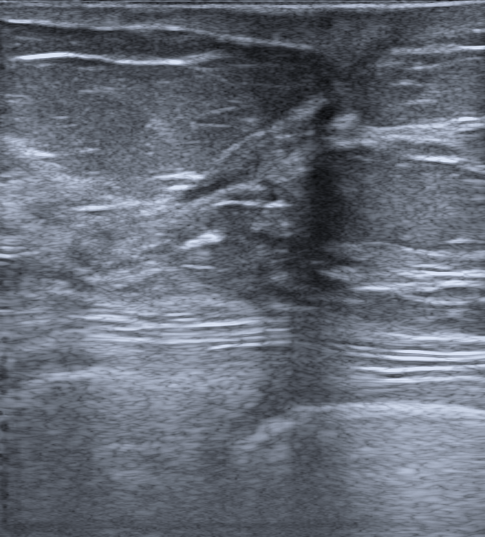
Age 57. Imaging: breast sonogram.
Findings: an irregular breast lesion of heterogeneous echotexture with non-circumscribed (indistinct) margins. There is posterior shadowing. There are no calcifications. Skin thickening: present. BI-RADS 2; benign on biopsy or follow-up. Verification: follow-up care.